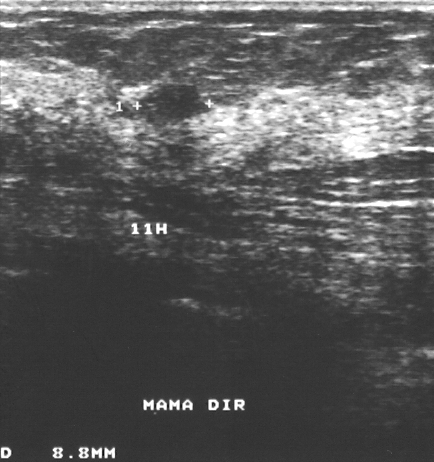
Imaging: breast US.
This breast US shows a mass. Assessment: BI-RADS 3. The biopsy result was fibroadenoma; the mass is benign.